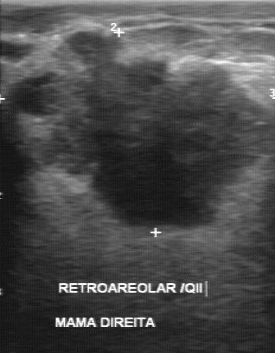
Modality: breast ultrasound image.
BI-RADS 4 in the original read.
The following findings are from a second reader, independent of the original assessment.
The margin is irregular.
Its boundary is unclear.
Internally the breast lesion is hypoechoic.
No calcifications are seen.
Biopsy showed invasive ductal carcinoma, a malignant finding.